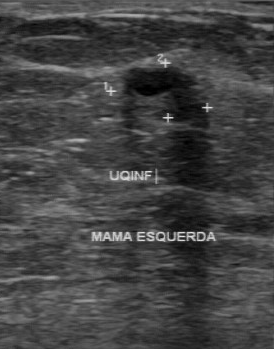
Acquired on GE Logiq 7 @10-14MHz. Imaging: breast ultrasound image.
Lesion margin: regular. Echogenicity is mixed cystic and solid. Calcifications are absent. Lesion boundary: clear.